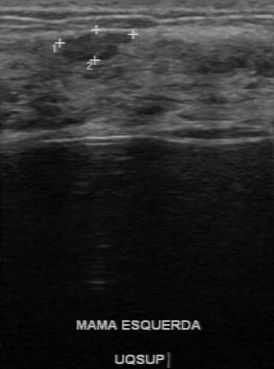
Imaging: breast US.
The finding was assessed as BI-RADS 3 by the original reader. A second, independent read describes the finding as follows. The finding has a partially regular margin. Its boundary is fairly clear. The finding is hypoechoic. No calcifications are seen. The biopsy result was fibroadenoma; the finding is benign.